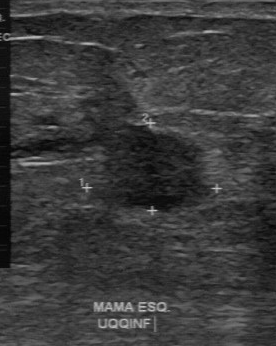
B-mode breast ultrasound. Scanner: GE Logiq 7 @10-14MHz.
Biopsy or follow-up result: malignant. BI-RADS 4.